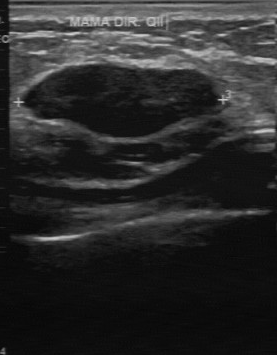
Acquired on GE Logiq 7 @10-14MHz. Imaging: breast sonogram.
Pixel coordinates (x1, y1, x2, y2): The finding occupies approximately (21,64)-(225,137). The finding is benign on biopsy or follow-up. BI-RADS 3.